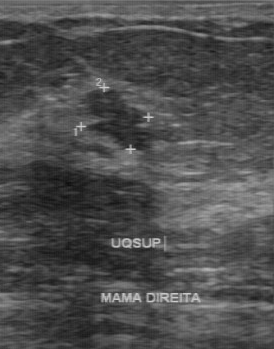
Imaging: breast ultrasound.
BI-RADS assessment: 4. Outcome on biopsy or follow-up: benign.